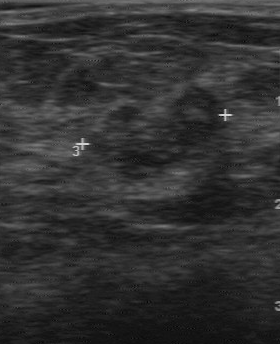
Scanner: GE Logiq 7 @10-14MHz. Breast ultrasound.
Echo pattern is heterogeneous. The margin is partially regular. Boundary: fairly clear. The calcifications are suspected.